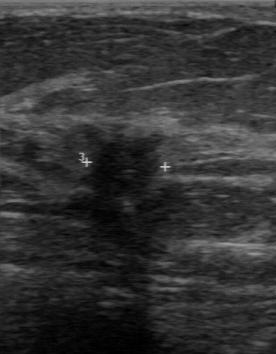
Acquired on GE Logiq 7 @10-14MHz. Breast US.
A lesion is seen with BI-RADS assessment: 4, outcome on biopsy or follow-up: malignant, biopsy result: invasive ductal carcinoma.